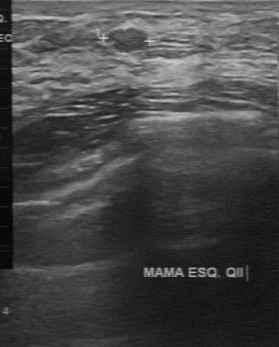
Imaging: B-mode breast ultrasound.
BI-RADS 3 in the original read.
The following findings are from a second reader, independent of the original assessment.
The margin is regular.
Calcifications: none.
Echo pattern: slightly hypoechoic.
The lesion boundary is clear.
The biopsy result was cyst; the finding is benign.